Breast ultrasound image.
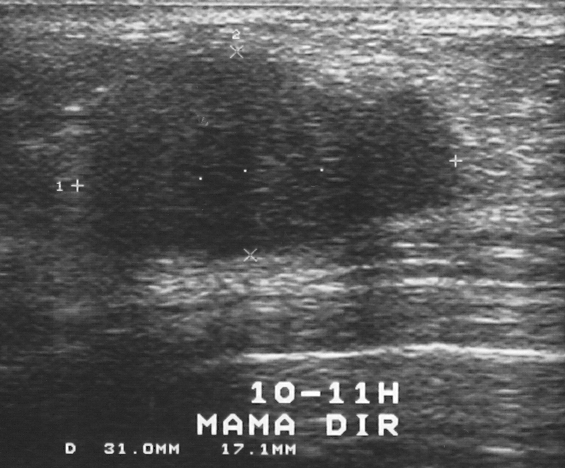
Outcome on biopsy or follow-up: benign. BI-RADS 4.